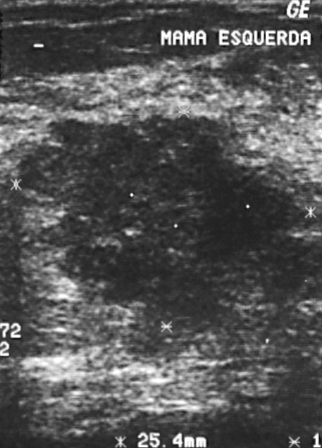
Breast ultrasound scan.
This breast ultrasound scan shows a lesion. Assessment: BI-RADS 5. Pathology confirmed malignant invasive ductal carcinoma.